Modality: breast ultrasound.
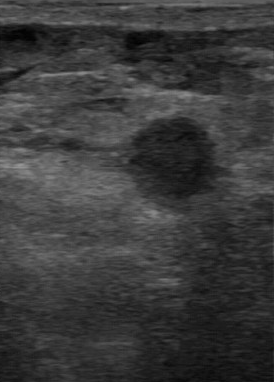
This breast ultrasound shows a mass with histopathology: invasive ductal carcinoma, BI-RADS assessment: 4, biopsy or follow-up result: malignant.